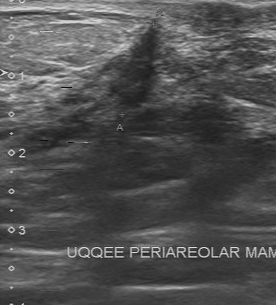
Breast ultrasound image. Scanner: Toshiba Aplio 300 @12-14 MHz.
The original reader assigned BI-RADS 4.
Descriptors from an independent second read (not the reader who assigned the category):
The breast lesion has an irregular margin.
Its boundary is unclear.
Internally the breast lesion is hypoechoic.
Calcifications: none.
Histopathology: invasive lobular carcinoma (malignant).